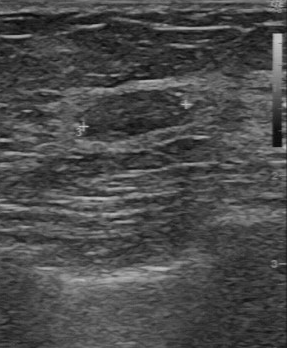
Breast ultrasound.
The mass was assessed as BI-RADS 2 by the original reader. A second, independent read describes the mass as follows. The mass is slightly hypoechoic. Margin: regular. The lesion boundary is clear. There are no calcifications. Histopathology: fibroadenoma (benign).